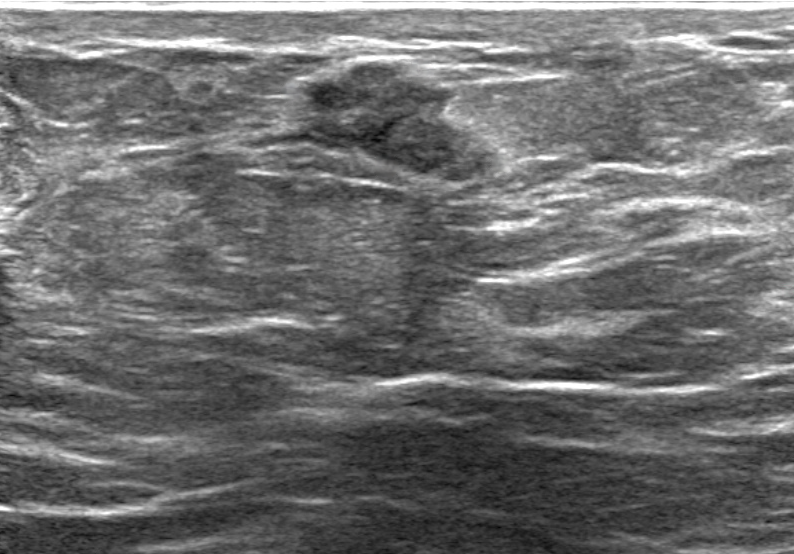
Imaging: breast sonogram.
There are no calcifications.
No skin thickening is seen.
The finding appears irregular.
Internally the finding is heterogeneous.
There are no posterior acoustic features.
The margin is circumscribed.
There is no echogenic halo.
BI-RADS category 4B.
The finding is benign on biopsy or follow-up.
Differential on reading: Suspicion of malignancy; Dysplasia; Fibroadenoma.